Modality: breast ultrasound image. Acquired on GE Logiq 5 @10-12MHz.
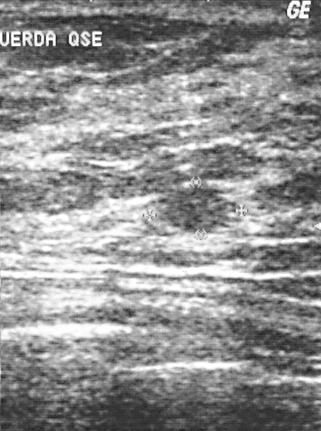
This breast ultrasound image shows a finding, benign on biopsy or follow-up.